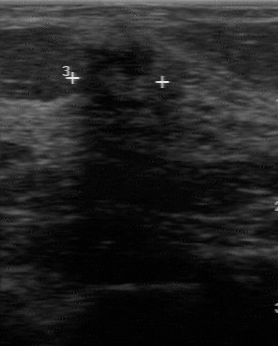
Acquired on GE Logiq 7 @10-14MHz. Modality: breast sonogram.
The finding was categorized BI-RADS 4 in the original read. A second reader, independent of the original assessment, describes a heterogeneous finding with an irregular margin; the boundary is clear. Histopathology: invasive ductal carcinoma (malignant).